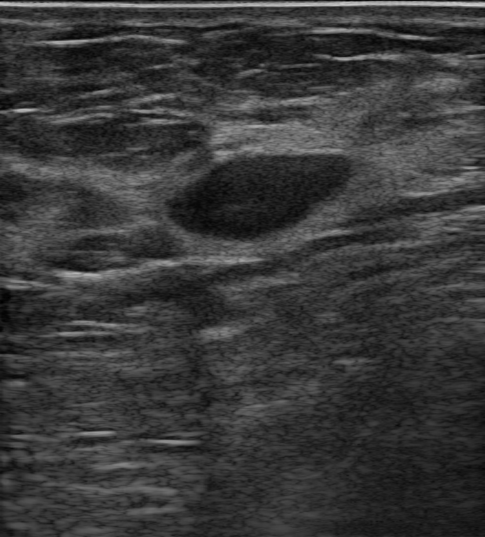
Background tissue composition: heterogeneous: predominantly fibroglandular. Breast sonogram.
Pixel coordinates (x1, y1, x2, y2): Segment the lesion: bounding box 168 147 350 240. The lesion is benign on biopsy or follow-up.